Breast sonogram.
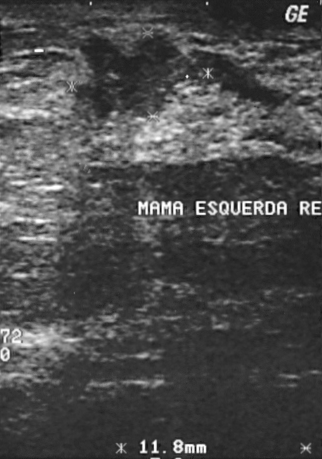
The biopsy result was invasive ductal carcinoma. BI-RADS assessment: 4. Biopsy or follow-up result: malignant.